Imaging: B-mode breast ultrasound. Scanner: GE Logiq 7 @10-14MHz.
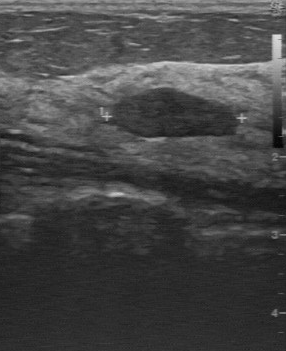
Coordinates are pixels in the 286x351 image. Lesion region of interest: top-left (113, 88), bottom-right (236, 136). The lesion is benign on biopsy or follow-up. BI-RADS 2.